Breast US.
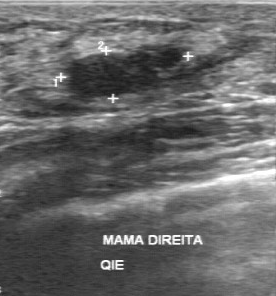
This breast US shows a lesion with fairly clear boundary, calcifications: none, partially regular margin, hypoechoic internal echoes.